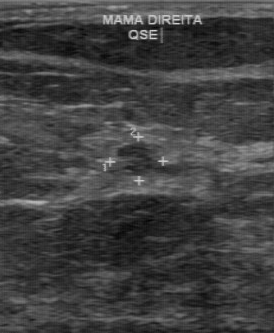
Acquired on GE Logiq 7 @10-14MHz. Imaging: breast sonogram.
Segment the lesion: bounding box x1=117, y1=142, x2=164, y2=178.